Modality: breast US.
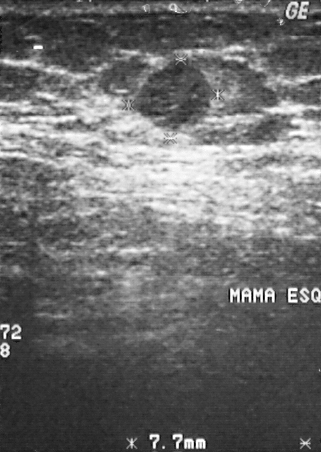
Histopathology: papillary carcinoma. Assigned BI-RADS 3. The mass is malignant on biopsy or follow-up.